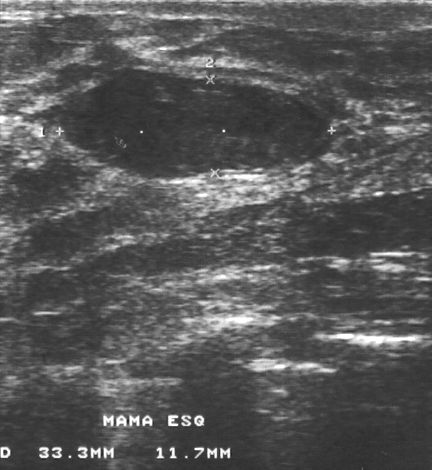
Scanner: GE Logiq 5 @10-12MHz. Modality: B-mode breast ultrasound.
A mass is present on this B-mode breast ultrasound. Assessment: BI-RADS 2. The biopsy result was fibroadenoma; the mass is benign.